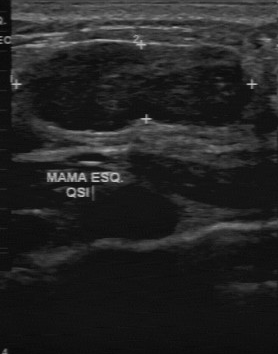
Scanner: GE Logiq 7 @10-14MHz. B-mode breast ultrasound.
The mass is benign on biopsy or follow-up.